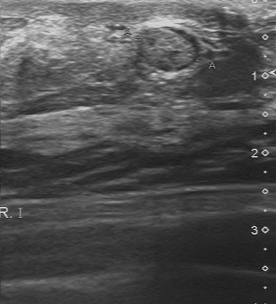
B-mode breast ultrasound. Acquired on Toshiba Aplio 300 @12-14 MHz.
BI-RADS 3 in the original read. On a second, independent read, a mass with a regular margin and a clear boundary is seen; it is isoechoic. The biopsy result was hyperplasia; the mass is benign.